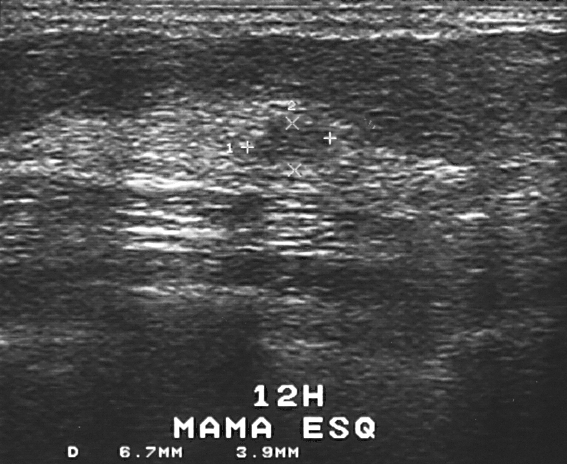
Imaging: B-mode breast ultrasound.
The finding is assessed as BI-RADS 3. Histopathology: fibroadenoma (benign). Outcome on biopsy or follow-up: benign.